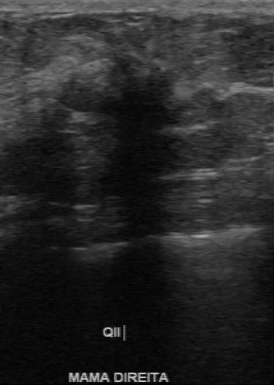
Imaging: B-mode breast ultrasound. Scanner: GE Logiq 7 @10-14MHz.
This B-mode breast ultrasound shows a lesion with unclear lesion boundary, calcifications: absent, biopsy or follow-up result: malignant, irregular contour, hypoechoic echo pattern.